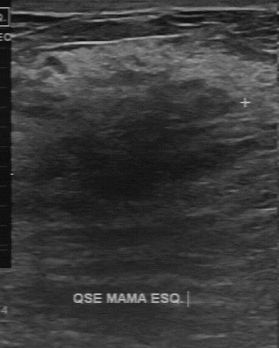
Imaging: breast US.
This breast US shows a breast lesion with second-reader BI-RADS: 4A, unclear boundary, slightly hypoechoic echo pattern.